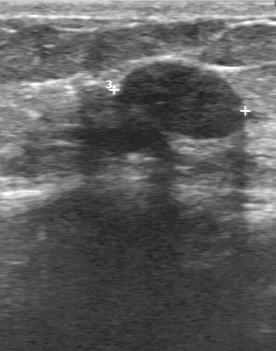
Scanner: GE Logiq 7 @10-14MHz. Modality: B-mode breast ultrasound.
This B-mode breast ultrasound shows a lesion with original BI-RADS: 3, BI-RADS (second read): 3, confirmed outcome (biopsy or follow-up): benign.